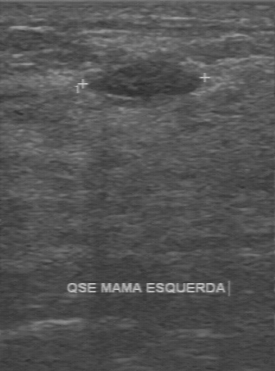
Modality: breast ultrasound.
Mass: benign on biopsy or follow-up. (BI-RADS category 2.)